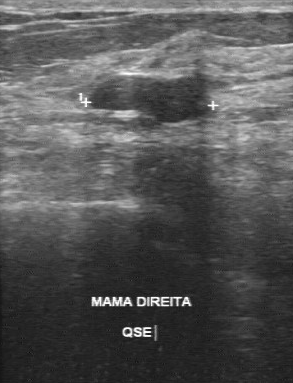
Modality: breast sonogram.
Finding: breast lesion, benign on biopsy or follow-up.